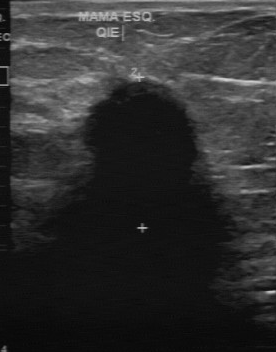
Imaging: breast sonogram. Scanner: GE Logiq 7 @10-14MHz.
- outcome on biopsy or follow-up: malignant
- independent BI-RADS assessment: 4C
- original BI-RADS: 5
- lesion margin: irregular